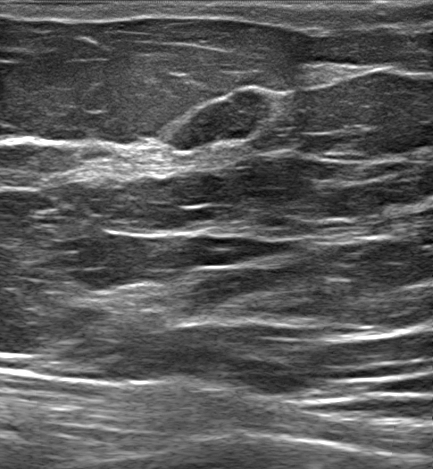
Modality: B-mode breast ultrasound. Patient age: 35.
It has an oval shape. The margin is circumscribed. The mass is hypoechoic. There are no posterior acoustic features. Echogenic halo: absent. Calcifications: none. There is no skin thickening. This mass proved benign on biopsy or follow-up. BI-RADS category 3. Biopsy confirmed fibroadenoma. Differential on reading: Suspicion of malignancy; Dysplasia; Fibroadenoma; Intraductal papilloma.